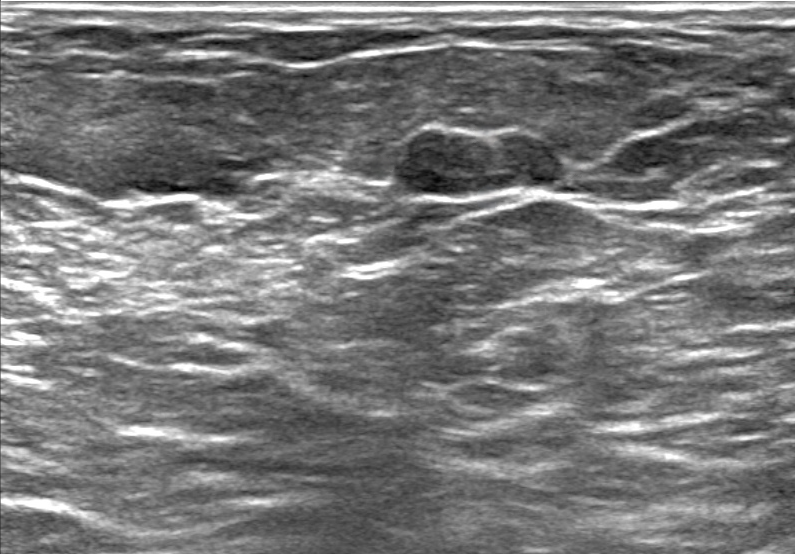
Imaging: breast ultrasound.
There is an oval breast lesion that is hypoechoic, with a circumscribed margin. There are no posterior features. There are no calcifications. There is no echogenic halo. BI-RADS 4A; benign on biopsy or follow-up. Biopsy result: Benign mammary dysplasia.